Breast ultrasound.
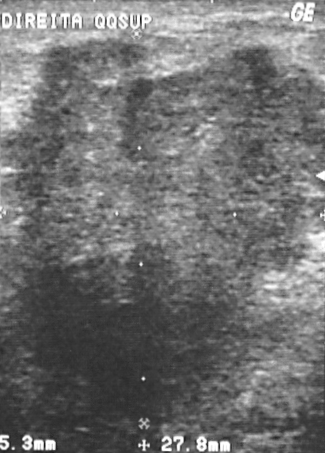
Biopsy showed invasive ductal carcinoma, a malignant finding. The finding is malignant on biopsy or follow-up. Assigned BI-RADS 5.